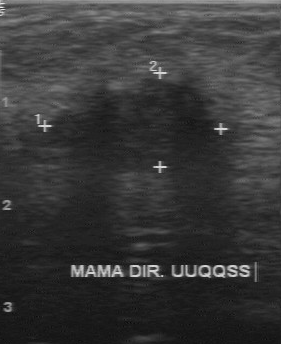
B-mode breast ultrasound.
There are no calcifications. Echogenicity: hypoechoic. The lesion boundary is fairly clear. The contour is regular.